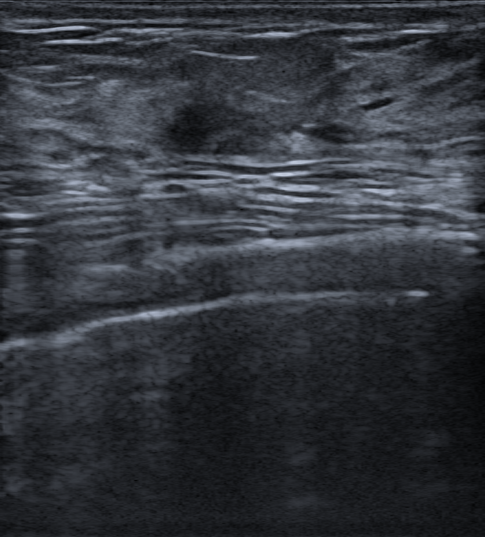
B-mode breast ultrasound. Patient age: 76.
Pixel coordinates (x1, y1, x2, y2): Lesion bounding box: [163, 98, 296, 157]. The lesion is malignant on biopsy or follow-up.